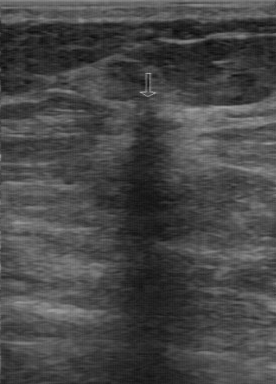
Breast US.
BI-RADS 4 in the original read; on a second read the margin is irregular, the boundary unclear and the finding hypoechoic. The biopsy result was invasive ductal carcinoma; the finding is malignant.